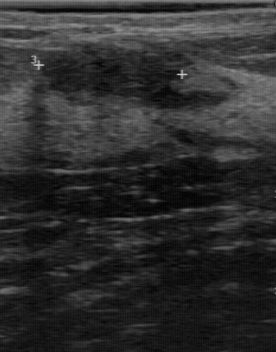
Breast ultrasound.
Original-read BI-RADS category: 2. On a second, independent read, a finding with a regular margin and a clear boundary is seen; it is hypoechoic. There are no calcifications. Pathology confirmed benign fibroadenoma.